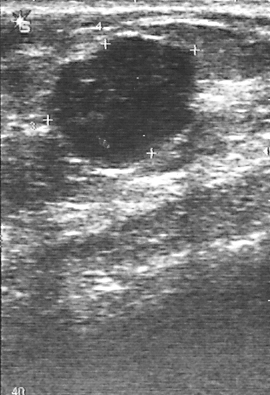
Modality: breast ultrasound image.
Histopathology: fibroadenoma (benign). The finding is benign on biopsy or follow-up. Assigned BI-RADS 4.